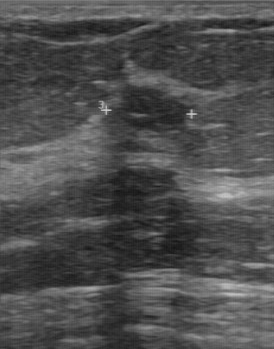
Breast sonogram.
Lesion characteristics:
- BI-RADS category: 4